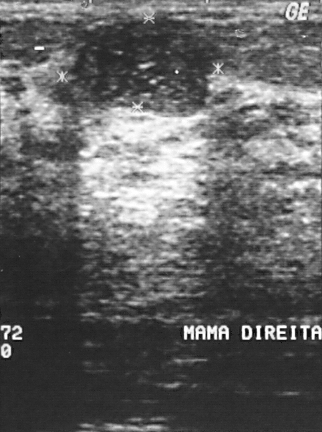
Imaging: breast ultrasound scan.
Lesion: benign on biopsy or follow-up. BI-RADS 2.